B-mode breast ultrasound.
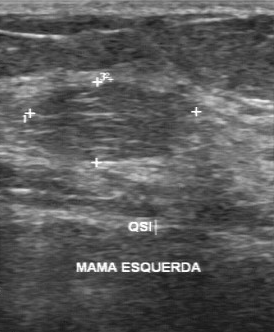
Pixel coordinates (x1, y1, x2, y2): The lesion is located within the bounding box 29 82 199 163. BI-RADS 2.